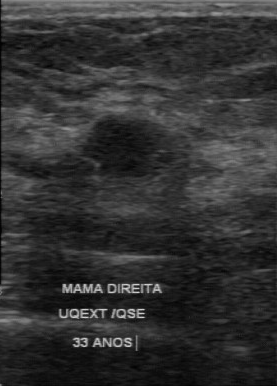
Acquired on GE Logiq 7 @10-14MHz. Imaging: breast ultrasound.
Original-read BI-RADS category: 4.
A second, independent read describes the mass as follows.
The mass has a regular margin.
The lesion boundary is clear.
Internally the mass is hypoechoic.
There are no calcifications.
The biopsy result was fibroadenoma; the mass is benign.